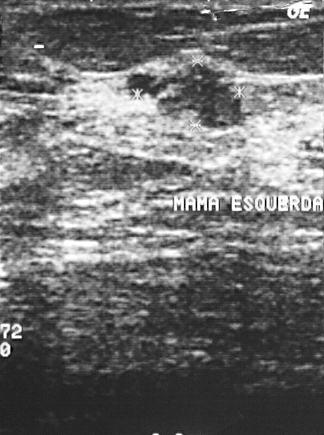
Acquired on GE Logiq 5 @10-12MHz. Imaging: breast US.
The outcome on biopsy or follow-up is benign. Pathology is fibrocystic changes. BI-RADS category: 4.